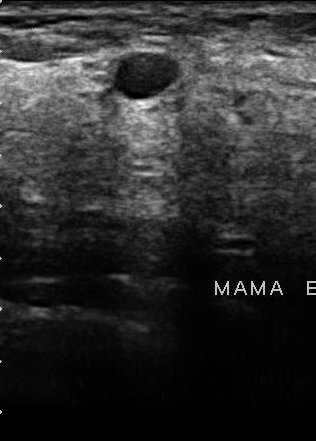
Modality: breast US.
Outcome on biopsy or follow-up: benign. BI-RADS 2.